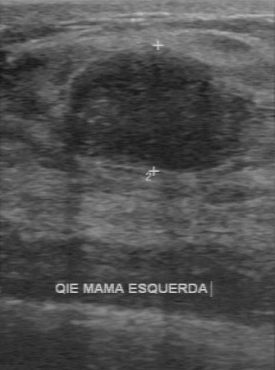
Breast ultrasound scan. Scanner: GE Logiq 7 @10-14MHz.
BI-RADS 3 in the original read; on a second read the margin is regular, the boundary clear and the finding hypoechoic. Calcifications: none. The biopsy result was fibroadenoma; the finding is benign.